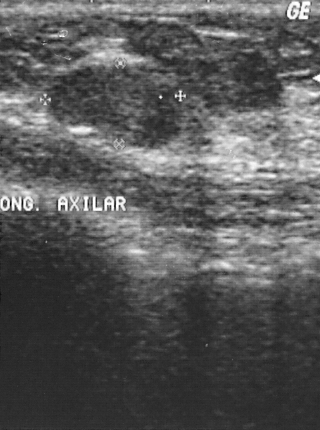
Breast ultrasound scan.
Coordinates are pixels in the 320x430 image. Lesion region of interest: top-left (48, 64), bottom-right (176, 148). The breast lesion is benign on biopsy or follow-up. BI-RADS 2.